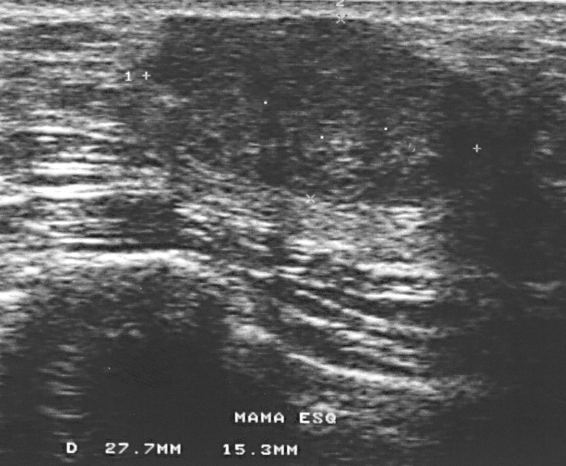
Breast sonogram.
(coordinates in a 566x466 pixel frame) Lesion region of interest: [147, 16, 489, 206].